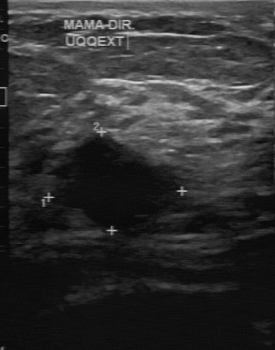
Acquired on GE Logiq 7 @10-14MHz. Imaging: B-mode breast ultrasound.
The lesion margin is partially regular. No calcifications are seen. Echo pattern is hypoechoic. Confirmed outcome (biopsy or follow-up) is malignant. BI-RADS (second read): 4A. The original BI-RADS is 5.